Modality: breast ultrasound.
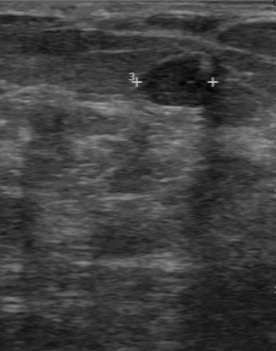
The lesion is benign on biopsy or follow-up. (BI-RADS category 3.)